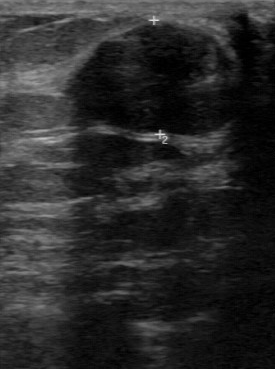
Imaging: breast sonogram.
This breast sonogram shows a mass with confirmed outcome (biopsy or follow-up): benign, BI-RADS on independent re-read: 3.